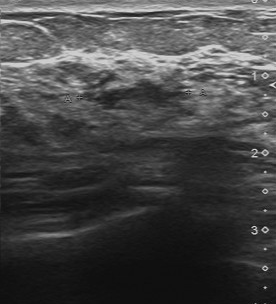
Breast ultrasound scan.
The mass was assessed as BI-RADS 4 by the original reader. Descriptors from an independent second read (not the reader who assigned the category): Boundary: unclear. The mass is hypoechoic. The mass has an irregular margin. There are no calcifications. Histopathology: hyperplasia (benign).